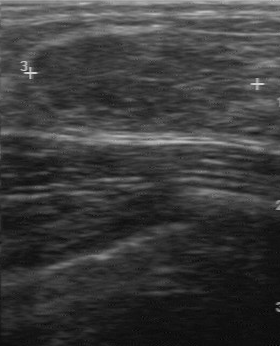
Modality: breast US.
The lesion was categorized BI-RADS 3 in the original read. Findings on the second read (an independent reader): a hypoechoic lesion, margin regular, boundary clear. Pathology confirmed benign fibroadenoma.